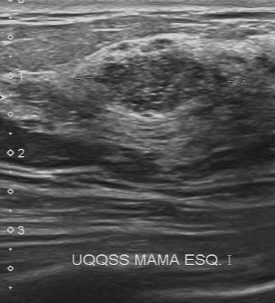
Imaging: breast US.
The original reader assigned BI-RADS 4. On a second read by an independent reader: The finding has a partially regular margin. The lesion boundary is somewhat unclear. The finding is heterogeneous. Calcifications: multiple clustered microcalcifications. The biopsy result was fibroadenoma; the finding is benign.